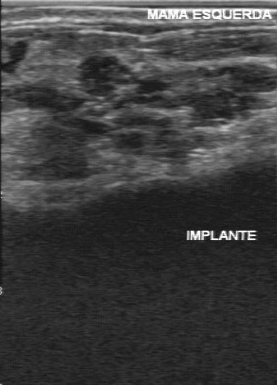
Modality: breast US.
The original reader assigned BI-RADS 5.
The following findings are from a second reader, independent of the original assessment.
Calcifications: multiple clustered microcalcifications.
Margin: irregular.
Boundary: unclear.
The breast lesion is heterogeneous.
Histopathology: ductal carcinoma in situ (malignant).